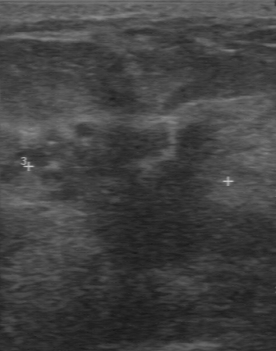
Breast ultrasound scan.
Coordinates are pixels in the 276x351 image. Segment the finding: bounding box [18, 123, 238, 271].